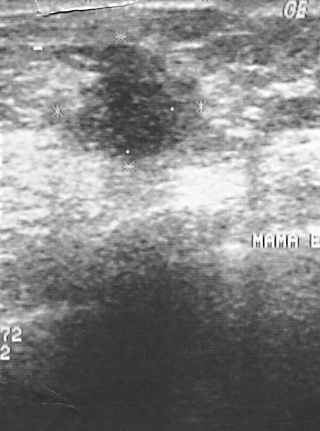
Imaging: breast ultrasound.
Outcome on biopsy or follow-up: malignant. BI-RADS: 4. Biopsy result: invasive ductal carcinoma.
OUTCOME ON BIOPSY OR FOLLOW-UP: malignant.